Modality: breast sonogram.
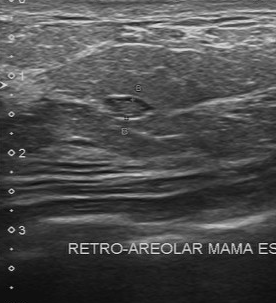
(coordinates in a 276x303 pixel frame) The lesion occupies approximately top-left (105, 97), bottom-right (155, 117). The lesion is benign on biopsy or follow-up. BI-RADS 4.